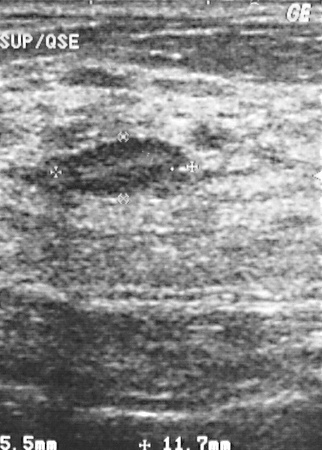
Acquired on GE Logiq 5 @10-12MHz. Breast ultrasound scan.
Lesion: benign on biopsy or follow-up. (BI-RADS category 2.)